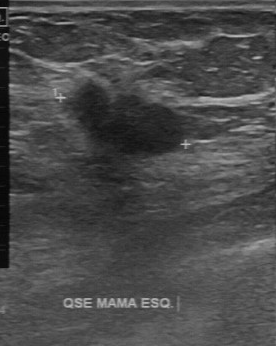
Acquired on GE Logiq 7 @10-14MHz. Modality: breast ultrasound scan.
A breast lesion is seen with biopsy or follow-up result: malignant, fairly clear boundary, hypoechoic echo pattern, partially regular margin, calcifications: absent.